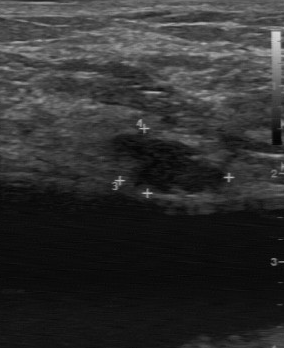
Imaging: breast ultrasound.
(coordinates in a 284x348 pixel frame) Breast lesion bounding box: (112,133)-(224,193). The breast lesion is benign on biopsy or follow-up. BI-RADS 4.